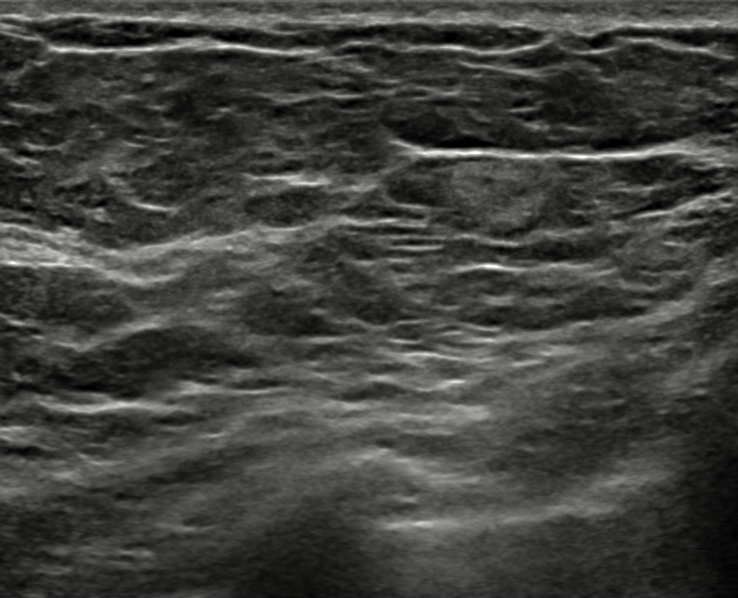
Breast sonogram. Background echotexture is heterogeneous: predominantly fat.
(coordinates in a 738x598 pixel frame) The lesion is located within the bounding box 447 149 557 235. The lesion is benign on biopsy or follow-up.